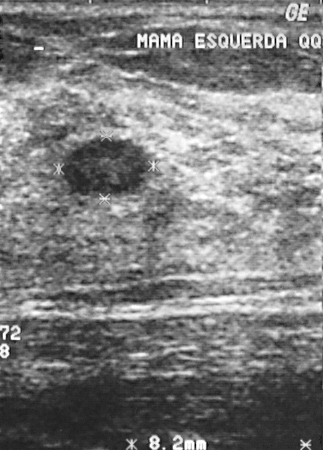
Modality: breast ultrasound scan.
This breast ultrasound scan shows a breast lesion, benign on biopsy or follow-up.